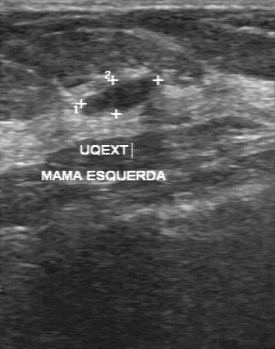
Imaging: breast sonogram.
BI-RADS 3 in the original read; on a second read the margin is regular, the boundary clear and the breast lesion slightly hypoechoic. Biopsy showed fibrocystic changes, a benign finding.